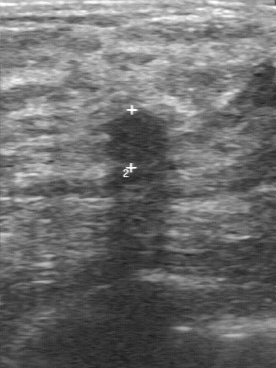
Acquired on GE Logiq 7 @10-14MHz. Imaging: breast sonogram.
This breast sonogram shows a mass, benign on biopsy or follow-up.